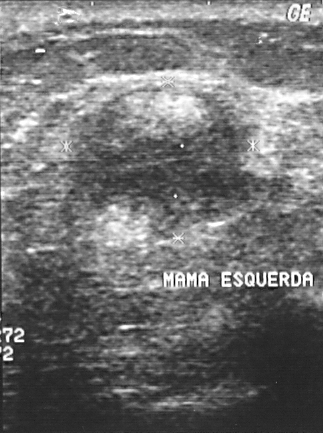
Imaging: breast ultrasound image.
The mass is located within the bounding box (53, 82) to (260, 240). The mass is malignant on biopsy or follow-up. BI-RADS 4.